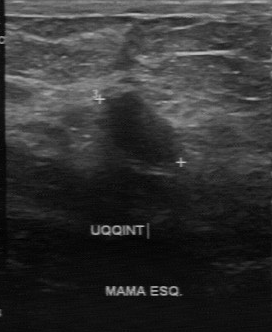
Modality: breast ultrasound image.
Pixel coordinates (x1, y1, x2, y2): The breast lesion occupies approximately [107, 92, 179, 160]. The breast lesion is benign on biopsy or follow-up.